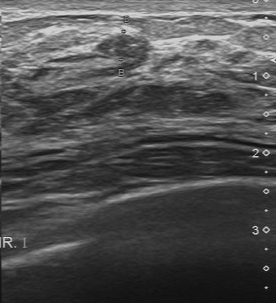
Breast US. Acquired on Toshiba Aplio 300 @12-14 MHz.
Coordinates are pixels in the 276x303 image. Segment the mass: bounding box [95, 33, 151, 62]. The mass is benign on biopsy or follow-up.